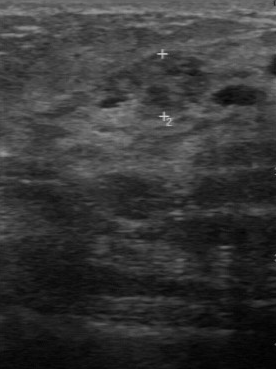
Modality: breast ultrasound image.
Mass bounding box: 107 51 210 118.